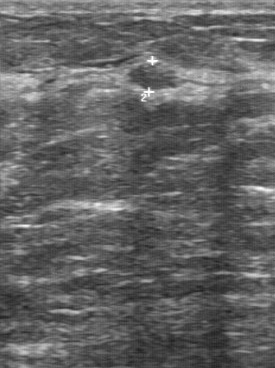
Modality: breast ultrasound.
Finding: mass, benign on biopsy or follow-up.